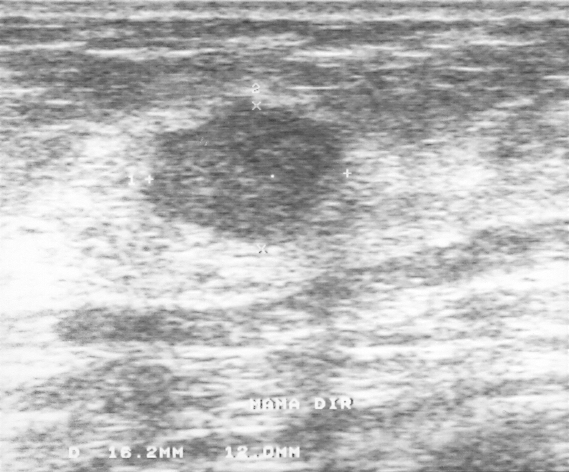
Acquired on GE Logiq 5 @10-12MHz. Breast US.
This finding proved benign on biopsy or follow-up. The finding is assessed as BI-RADS 3. The biopsy result was fibroadenoma.